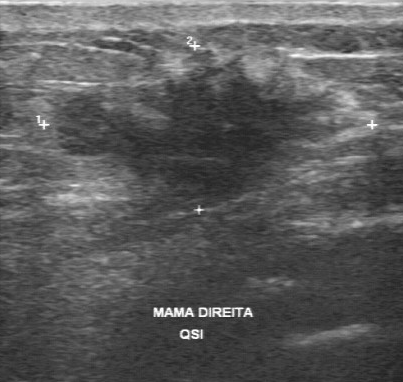
Imaging: breast sonogram. Acquired on GE Logiq 7 @10-14MHz.
Biopsy or follow-up result: malignant.